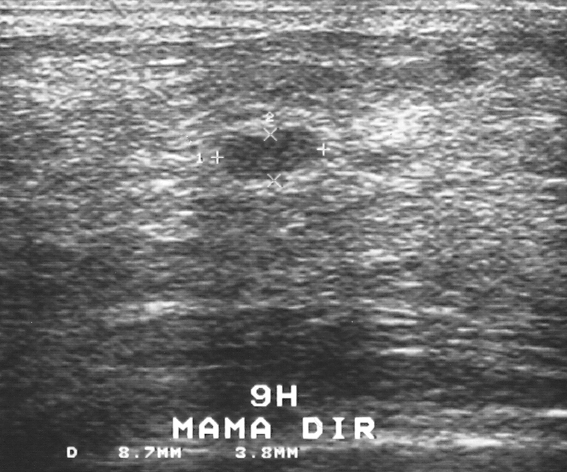
Breast sonogram. Scanner: GE Logiq 5 @10-12MHz.
This breast sonogram shows a mass. Assessment: BI-RADS 2. Pathology confirmed benign fibroadenoma.